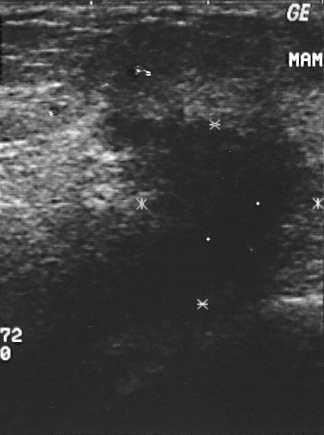
Imaging: breast sonogram.
- pathology: invasive ductal carcinoma
- BI-RADS category: 5